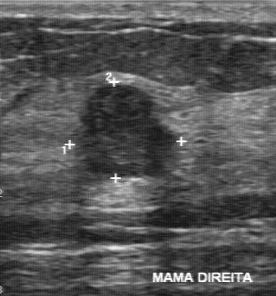
Scanner: GE Logiq 7 @10-14MHz. Imaging: B-mode breast ultrasound.
BI-RADS 4 in the original read; on a second read the margin is partially regular, the boundary fairly clear and the mass slightly hypoechoic. There are no calcifications. Histopathology: invasive ductal carcinoma (malignant).